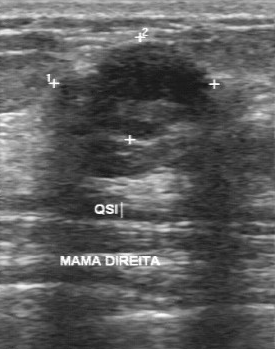
Scanner: GE Logiq 7 @10-14MHz. Imaging: breast ultrasound scan.
Lesion region of interest: (59, 42) to (211, 138).